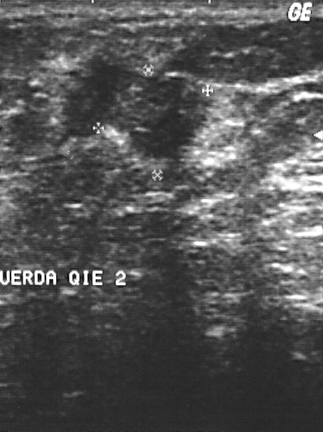
Imaging: breast ultrasound image. Acquired on GE Logiq 5 @10-12MHz.
BI-RADS assessment: 4.
Biopsy or follow-up result: malignant.
The biopsy result was invasive lobular carcinoma; the breast lesion is malignant.